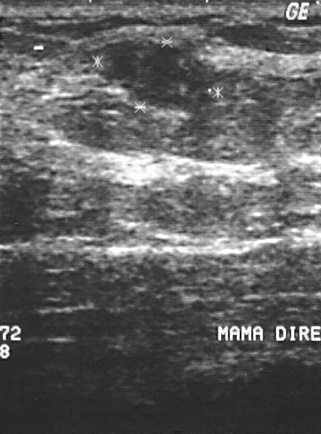
Imaging: breast ultrasound scan.
Assigned BI-RADS 2.
Pathology confirmed sclerosing adenosis.
This lesion proved benign on biopsy or follow-up.